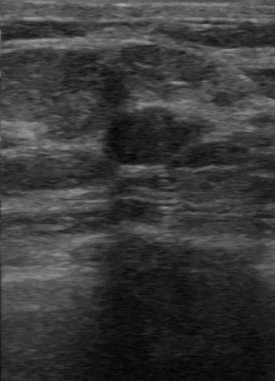
Imaging: breast sonogram. Scanner: GE Logiq 7 @10-14MHz.
A breast lesion is seen with independent BI-RADS assessment: 3, original BI-RADS: 3, hypoechoic internal echoes, pathology: fibroadenoma, calcifications: absent.